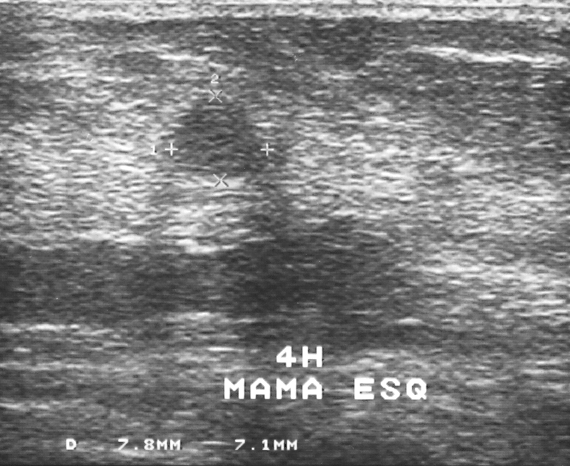
Breast ultrasound image.
Pixel coordinates (x1, y1, x2, y2): Lesion bounding box: top-left (173, 101), bottom-right (265, 176).